Breast ultrasound image.
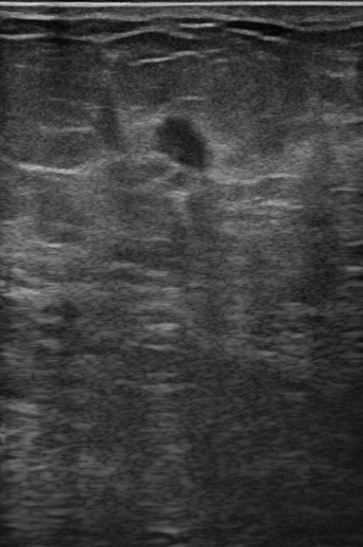
Outcome on biopsy or follow-up: malignant.